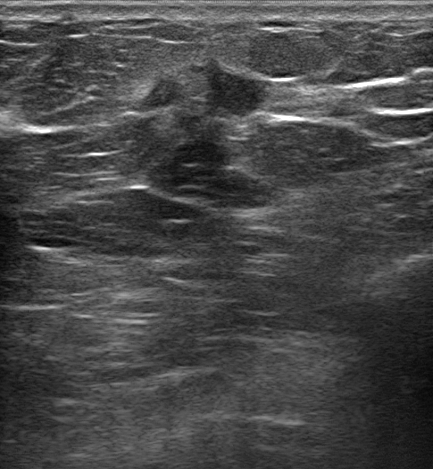
Age 41. Breast ultrasound image.
Outcome on biopsy or follow-up: malignant. BI-RADS 5.